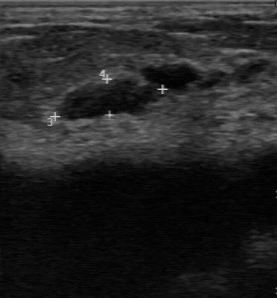
Modality: breast ultrasound image.
(coordinates in a 277x298 pixel frame) Mass bounding box: top-left (57, 77), bottom-right (165, 121).